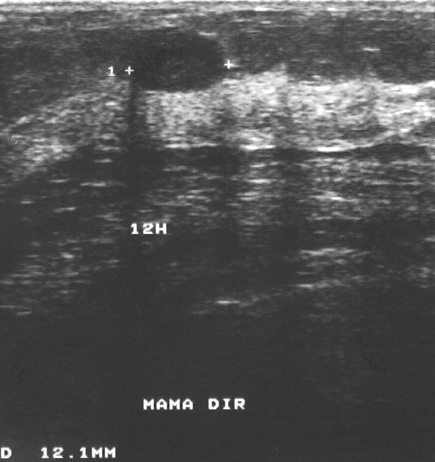
Imaging: breast sonogram.
Finding: mass, benign on biopsy or follow-up. BI-RADS 2.